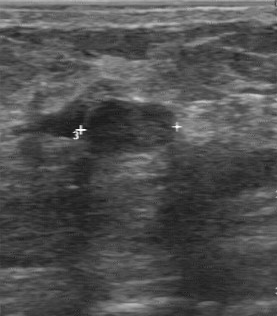
Imaging: B-mode breast ultrasound.
Segment the finding: bounding box 82 100 177 154.